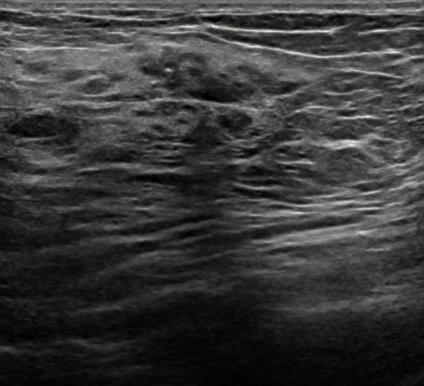
Modality: breast ultrasound scan.
(coordinates in a 424x386 pixel frame) Segment the finding: bounding box (141, 44) to (303, 101).